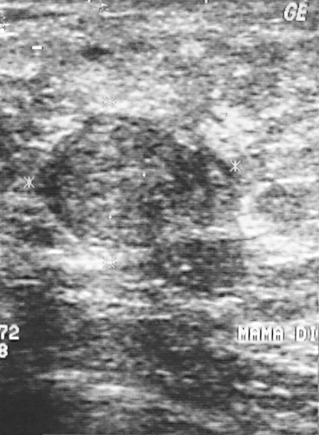
Imaging: breast US.
A lesion is seen with histopathology: fibroadenoma, BI-RADS category: 3.